Modality: breast ultrasound scan. Scanner: GE Logiq 7 @10-14MHz.
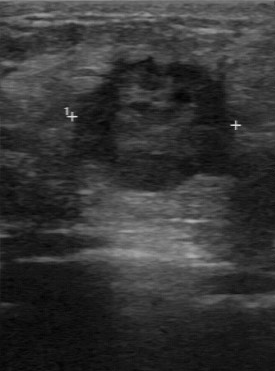
BI-RADS 4 in the original read; on a second read the margin is partially regular, the boundary somewhat unclear and the lesion hypoechoic. The biopsy result was invasive ductal carcinoma; the lesion is malignant.